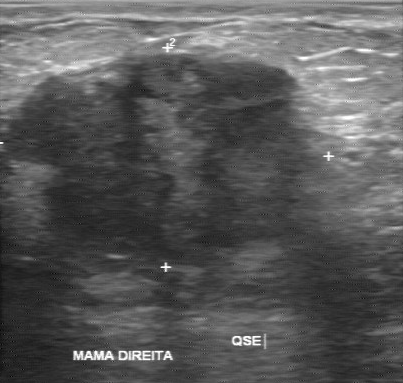
Modality: breast US. Acquired on GE Logiq 7 @10-14MHz.
Original-read BI-RADS category: 4. A second, independent read describes the finding as follows. Margin: irregular. Boundary: unclear. Echo pattern: hypoechoic. No calcifications are seen. The biopsy result was invasive ductal carcinoma; the finding is malignant.